Modality: B-mode breast ultrasound.
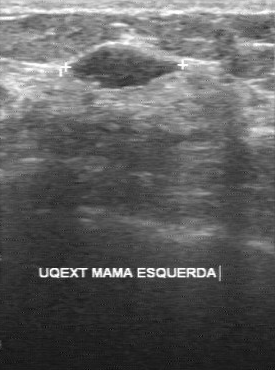
FINDINGS: B-mode breast ultrasound. Calcifications: absent. Margin: regular. Echogenicity: hypoechoic. Lesion boundary: clear.
OUTCOME ON BIOPSY OR FOLLOW-UP: benign.